Breast sonogram.
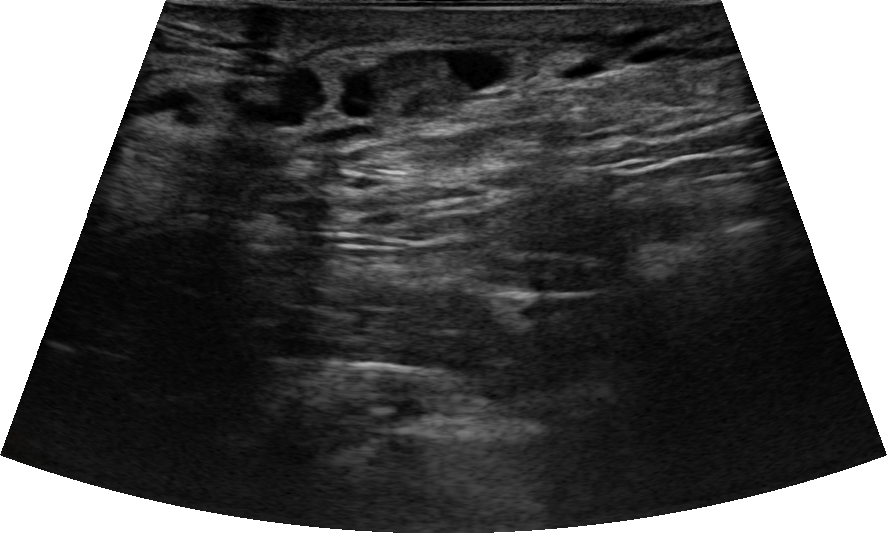
The mass appears oval.
The margin is circumscribed.
There are no calcifications.
Posterior features: none.
Skin thickening: none.
The mass is hyperechoic.
Echogenic halo: absent.
The mass is benign on biopsy or follow-up.
BI-RADS assessment: 4A.
Biopsy result: Intraductal papilloma.